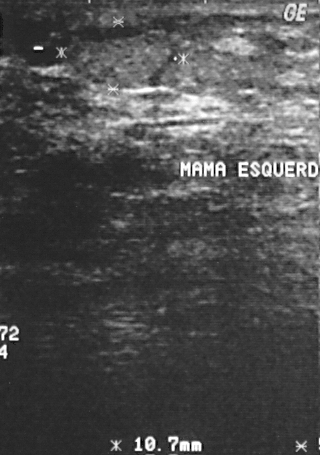
Imaging: B-mode breast ultrasound. Scanner: GE Logiq 5 @10-12MHz.
BI-RADS assessment: 3. Biopsy showed lipoma, a benign finding.